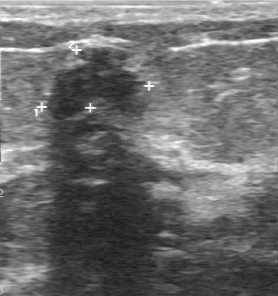
Modality: breast ultrasound image.
The finding is benign on biopsy or follow-up. BI-RADS 2.